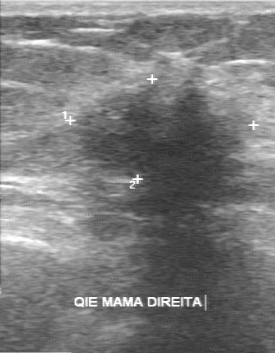
Modality: breast US.
FINDINGS: Confirmed outcome (biopsy or follow-up): malignant. Contour: irregular. Internal echoes: hypoechoic. Lesion boundary: unclear. Calcifications: absent. Histopathology: invasive lobular carcinoma.
OUTCOME ON BIOPSY OR FOLLOW-UP: malignant.